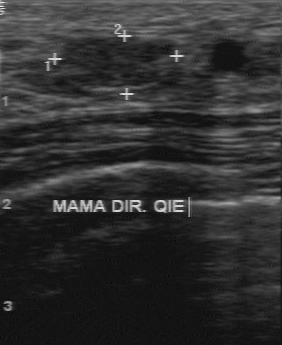
Imaging: breast US.
The finding demonstrates regular lesion margin, calcifications: none, hypoechoic echo pattern, clear boundary, outcome on biopsy or follow-up: benign.